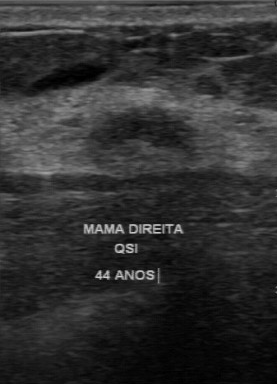
Breast ultrasound image.
FINDINGS: Calcifications: none. Lesion margin: regular. Lesion boundary: clear. Internal echoes: hypoechoic.